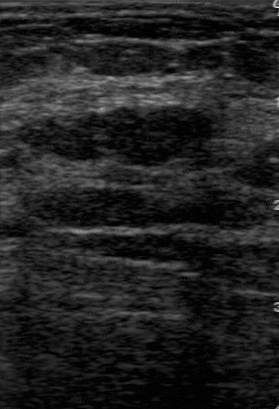
Breast sonogram.
The finding was categorized BI-RADS 3 in the original read. The following findings are from a second reader, independent of the original assessment. Margin: regular. Its boundary is clear. The finding is hypoechoic. No calcifications are seen. Histopathology: fibroadenoma (benign).